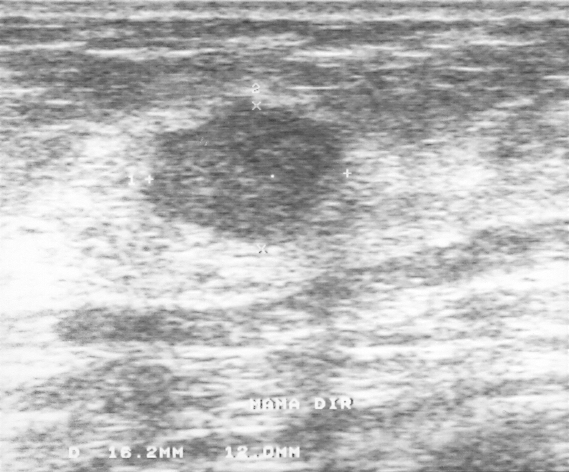
Breast ultrasound image.
This breast ultrasound image shows a finding. BI-RADS category 3. Histopathology: fibroadenoma (benign).